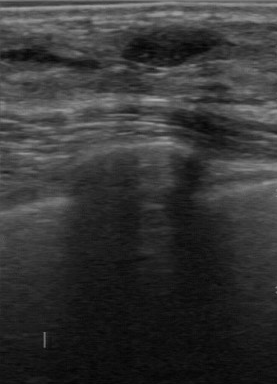
Modality: breast ultrasound scan.
BI-RADS 2 in the original read; on a second read the margin is regular, the boundary clear and the finding hypoechoic. Calcifications: none. The biopsy result was fibroadenoma; the finding is benign.